Breast sonogram.
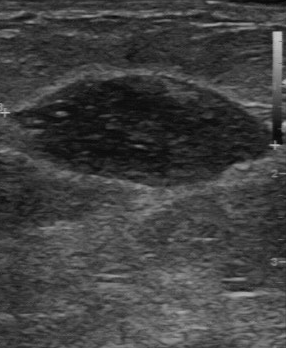
Breast sonogram findings:
- biopsy result: mastitis
- original BI-RADS: 2
- boundary: clear
- margin: regular
- calcifications: none
- echo pattern: slightly hypoechoic
- independent BI-RADS assessment: 4A